Imaging: breast sonogram.
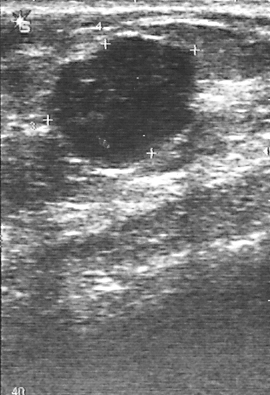
This breast sonogram shows a lesion. Assessment: BI-RADS 4. Biopsy showed fibroadenoma, a benign finding.